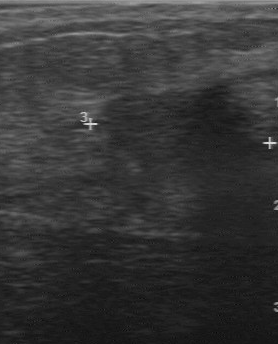
Breast ultrasound scan.
Biopsy or follow-up result: malignant. BI-RADS 4.